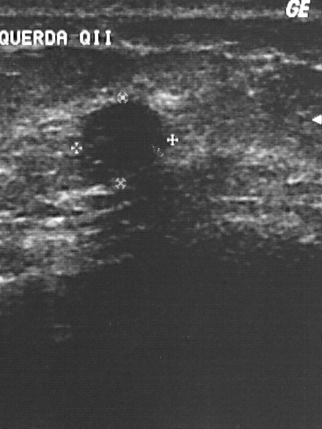
B-mode breast ultrasound.
Coordinates are pixels in the 322x429 image. The finding occupies approximately (81,102)-(163,169). The finding is benign on biopsy or follow-up.